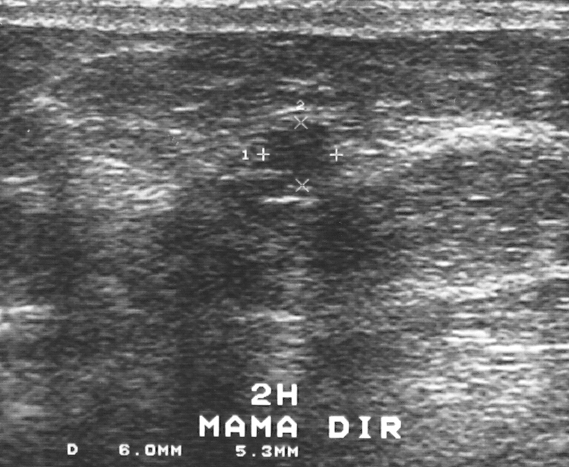
Breast US.
This lesion proved benign on biopsy or follow-up.
Biopsy showed intraductal papilloma.
Assigned BI-RADS 4.